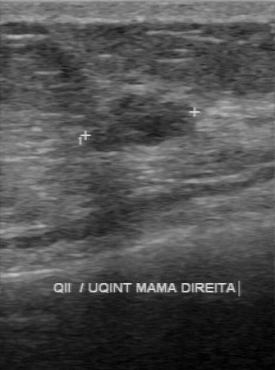
Modality: breast ultrasound image.
Lesion region of interest: [89, 95, 196, 153].